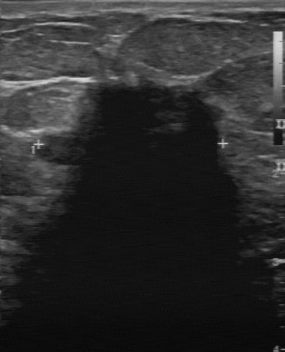
Scanner: GE Logiq 7 @10-14MHz. Breast US.
Coordinates are pixels in the 285x352 image. The mass is located within the bounding box top-left (45, 82), bottom-right (227, 201). The mass is malignant on biopsy or follow-up.